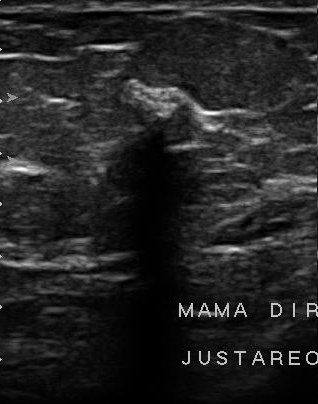
B-mode breast ultrasound.
Outcome on biopsy or follow-up: malignant.